Breast ultrasound.
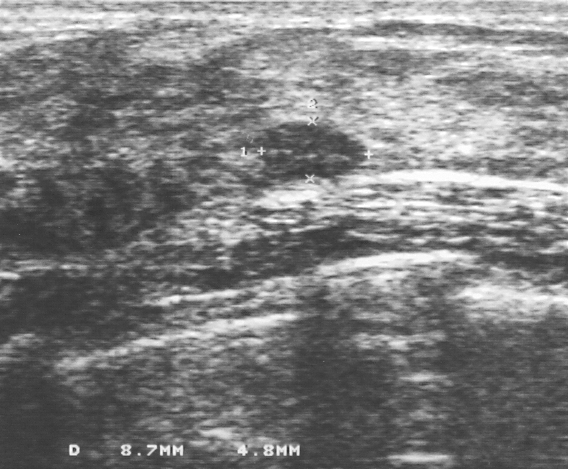
Outcome on biopsy or follow-up: benign. BI-RADS 3.